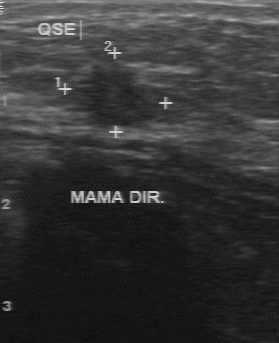
Modality: breast sonogram.
Mass: malignant on biopsy or follow-up.